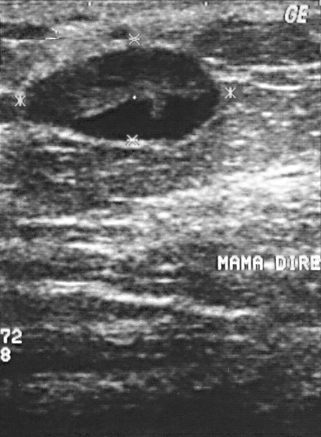
Imaging: breast ultrasound image.
A breast lesion is seen. BI-RADS category 4. The biopsy result was fat necrosis; the breast lesion is benign.